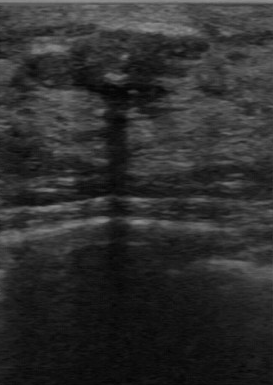
Modality: breast ultrasound image.
Original-read BI-RADS category: 2. The following findings are from a second reader, independent of the original assessment. Boundary: clear. The lesion has a regular margin. The lesion contains coarse calcifications. Internally the lesion is hypoechoic. Histopathology: fibroadenoma (benign).